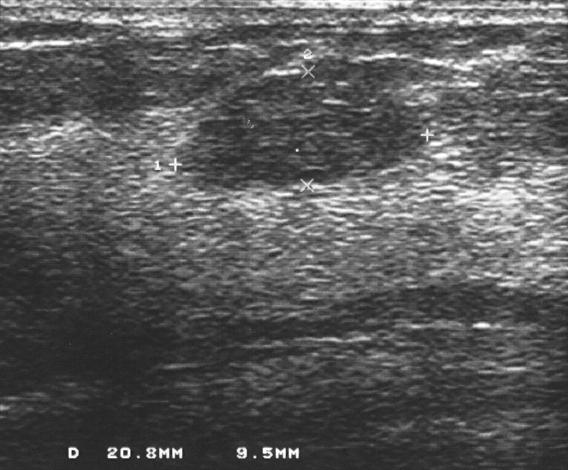
Scanner: GE Logiq 5 @10-12MHz. Breast ultrasound scan.
A breast lesion is present on this breast ultrasound scan. It was assessed as BI-RADS 2. Histopathology: fibroadenoma (benign).